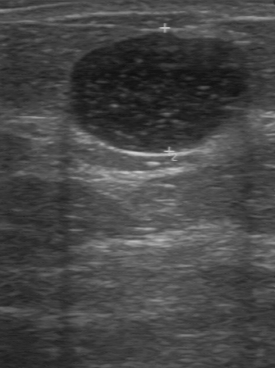
Scanner: GE Logiq 7 @10-14MHz. Imaging: breast sonogram.
Boundary is clear. The BI-RADS (first reader) is 2. Biopsy or follow-up result: benign. Contour: regular. BI-RADS on independent re-read is 3. Histopathology: cyst.